Imaging: breast sonogram.
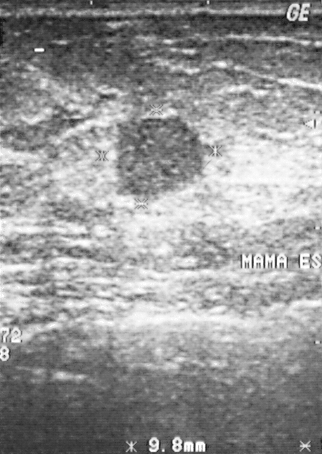
Biopsy or follow-up result: malignant.